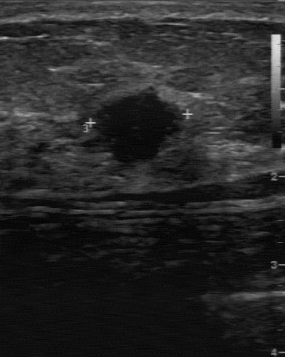
Modality: breast ultrasound scan. Acquired on GE Logiq 7 @10-14MHz.
The lesion was assessed as BI-RADS 4 by the original reader.
Descriptors from an independent second read (not the reader who assigned the category):
The lesion has a partially regular margin.
Its boundary is fairly clear.
The lesion is hypoechoic.
No calcifications are seen.
Histopathology: medullary carcinoma (malignant).